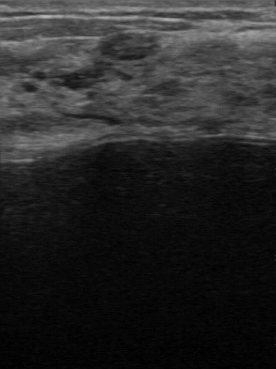
Imaging: breast ultrasound image. Acquired on GE Logiq 7 @10-14MHz.
The lesion demonstrates regular lesion margin, biopsy or follow-up result: benign, second-reader BI-RADS: 3, calcifications: none, hypoechoic echo pattern.